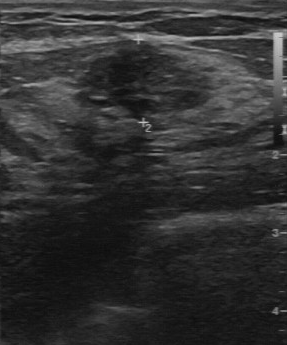
Breast ultrasound scan. Acquired on GE Logiq 7 @10-14MHz.
FINDINGS: Breast ultrasound scan. Calcifications: none. Internal echoes: slightly hypoechoic. Lesion margin: partially regular. Lesion boundary: fairly clear.
OUTCOME ON BIOPSY OR FOLLOW-UP: benign.